Breast US. Acquired on Toshiba Aplio 300 @12-14 MHz.
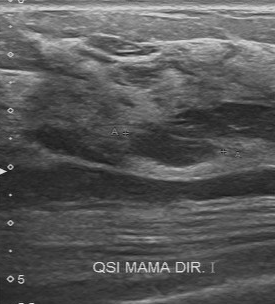
(coordinates in a 275x304 pixel frame) Mass bounding box: 128 131 222 165.